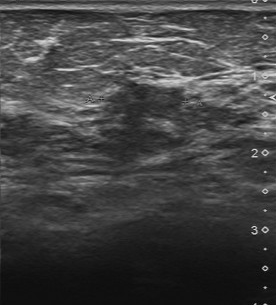
Imaging: breast ultrasound scan. Acquired on Toshiba Aplio 300 @12-14 MHz.
Coordinates are pixels in the 276x305 image. Segment the mass: bounding box x1=104, y1=83, x2=185, y2=119. BI-RADS 4.